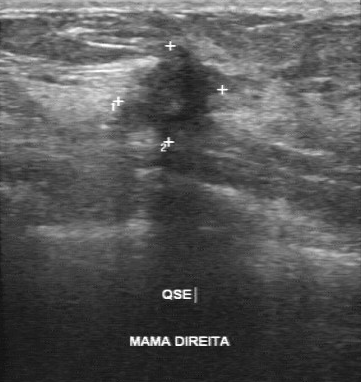
Modality: breast sonogram.
Calcifications are absent. The boundary is unclear. Lesion margin: irregular. Echogenicity is hypoechoic.